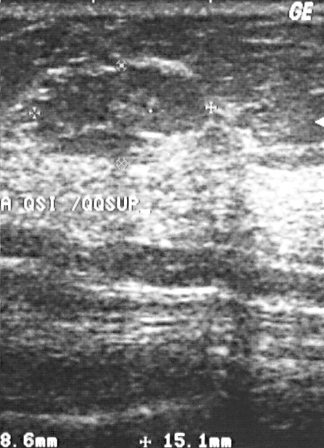
Imaging: breast ultrasound.
This breast ultrasound shows a finding. BI-RADS category 3. The biopsy result was lipoma; the finding is benign.